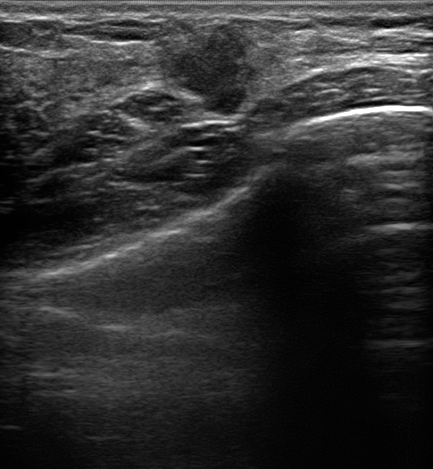
Age 34. Imaging: breast ultrasound image.
An irregular, hypoechoic breast lesion with margins that are not circumscribed (angular and indistinct) is seen. There is posterior acoustic enhancement. An echogenic halo is present. There are no calcifications. The breast lesion is categorized as BI-RADS 4C; on biopsy or follow-up it was malignant. Histopathology: Invasive carcinoma of no special type (NST); Ductal carcinoma in situ (DCIS).